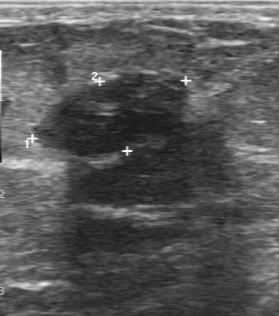
Breast US. Acquired on GE Logiq 7 @10-14MHz.
Mass bounding box: (37,72)-(187,154). The mass is benign on biopsy or follow-up. BI-RADS 2.